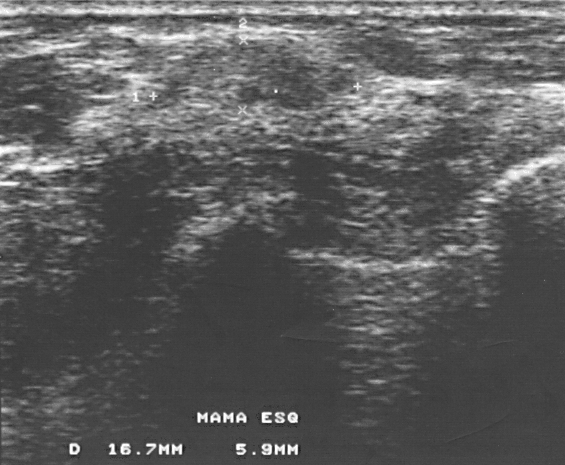
Imaging: breast sonogram.
Outcome on biopsy or follow-up: benign.